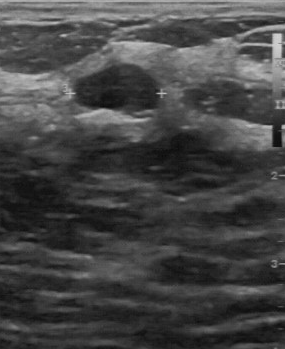
B-mode breast ultrasound.
Biopsy or follow-up result: benign.